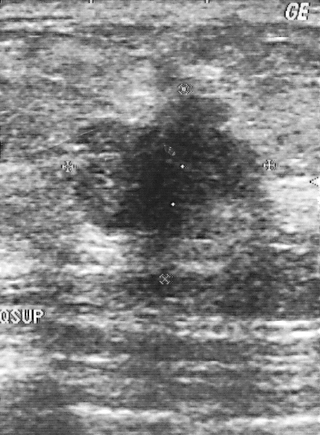
Breast US. Scanner: GE Logiq 5 @10-12MHz.
(coordinates in a 320x435 pixel frame) Segment the finding: bounding box x1=67, y1=93, x2=273, y2=274. The finding is malignant on biopsy or follow-up. BI-RADS 5.